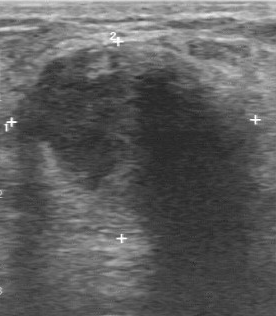
Imaging: breast sonogram.
FINDINGS: Breast sonogram. BI-RADS: 4. Confirmed outcome (biopsy or follow-up): benign.
OUTCOME ON BIOPSY OR FOLLOW-UP: benign.